Modality: breast ultrasound image.
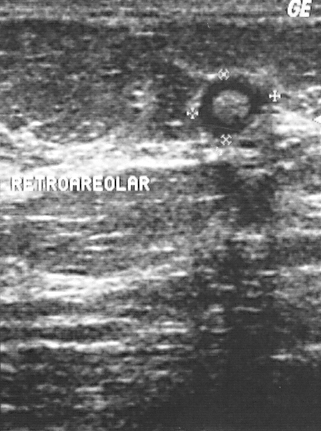
This breast ultrasound image shows a finding, benign on biopsy or follow-up. BI-RADS 2.